Breast ultrasound image.
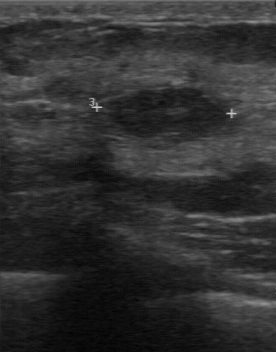
This breast ultrasound image shows a mass with regular contour, hypoechoic echo pattern, calcifications: none, pathology: lipoma, clear boundary.